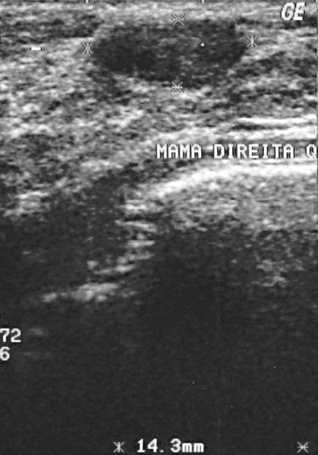
Breast US.
BI-RADS assessment is 2. The confirmed outcome (biopsy or follow-up) is benign.